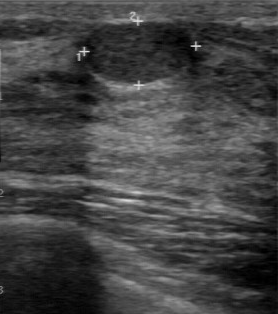
Acquired on GE Logiq 7 @10-14MHz. B-mode breast ultrasound.
Confirmed outcome (biopsy or follow-up) is benign. The histopathology is fibroadenoma. Calcifications are absent. The echogenicity is hypoechoic. Contour is regular. Lesion boundary: clear.